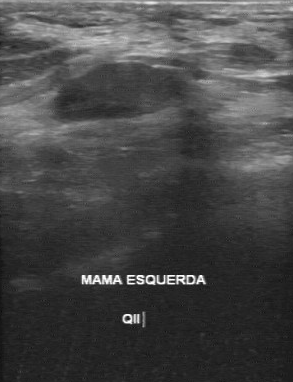
Acquired on GE Logiq 7 @10-14MHz. Breast ultrasound.
The original reader assigned BI-RADS 3. On a second, independent read, a finding with a regular margin and a clear boundary is seen; it is hypoechoic. Biopsy showed fibroadenoma, a benign finding.